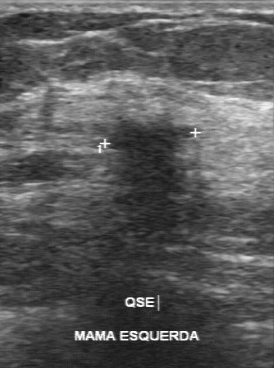
Breast US.
BI-RADS 5 in the original read. A second reader, independent of the original assessment, describes a hypoechoic finding with an irregular margin; the boundary is unclear. The biopsy result was invasive ductal carcinoma; the finding is malignant.